Breast US.
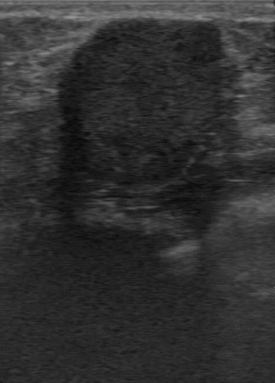
BI-RADS 2 in the original read. Findings on the second read (an independent reader): a hypoechoic breast lesion, margin regular, boundary clear. Histopathology: mastitis (benign).